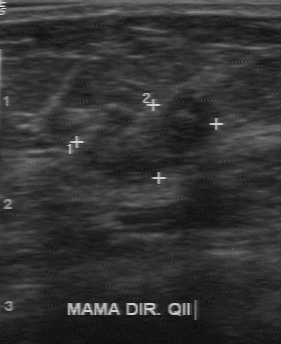
Modality: breast ultrasound image.
The original reader assigned BI-RADS 4. On a second, independent read, a mass with a partially regular margin and a somewhat unclear boundary is seen; it is heterogeneous. Calcifications: none. Biopsy showed invasive ductal carcinoma, a malignant finding.